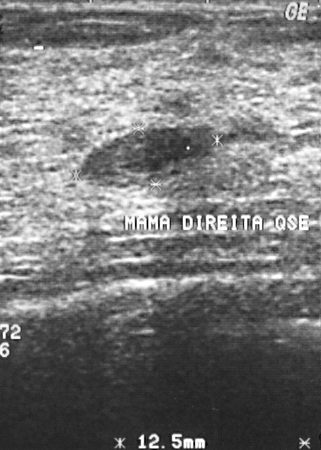
Modality: breast sonogram.
A breast lesion is present on this breast sonogram. BI-RADS category 2. Pathology confirmed benign fibroadenoma.